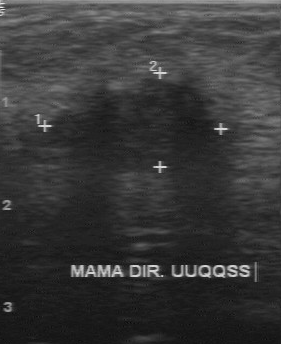
Imaging: breast ultrasound scan.
Original-read BI-RADS category: 4. On a second read by an independent reader: The lesion has a regular margin. Boundary: fairly clear. Echo pattern: hypoechoic. There are no calcifications. The biopsy result was invasive ductal carcinoma; the lesion is malignant.